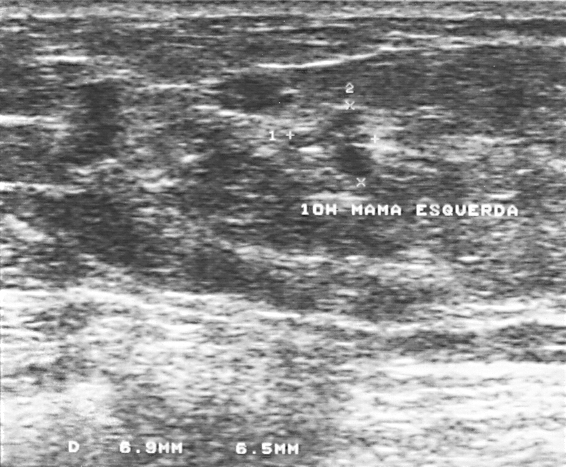
Acquired on GE Logiq 5 @10-12MHz. Breast US.
Lesion region of interest: x1=291, y1=107, x2=377, y2=176. The mass is malignant on biopsy or follow-up.